Imaging: breast US.
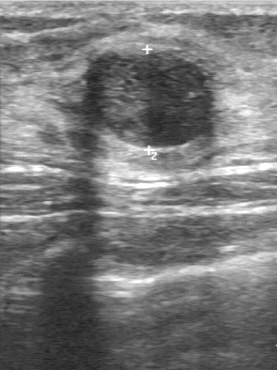
Outcome on biopsy or follow-up: benign. (BI-RADS category 3.)